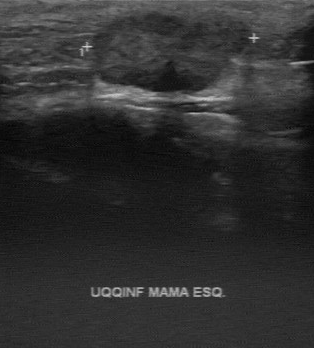
Imaging: breast ultrasound image.
Coordinates are pixels in the 314x348 image. Breast lesion bounding box: [92, 11, 249, 92].